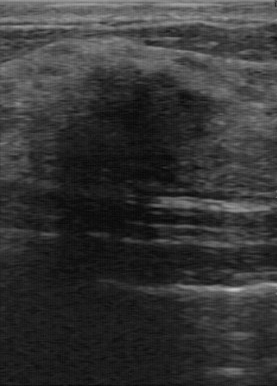
Modality: breast US.
Lesion characteristics:
- lesion boundary: somewhat unclear
- BI-RADS on independent re-read: 4A
- lesion margin: partially regular
- calcifications: none